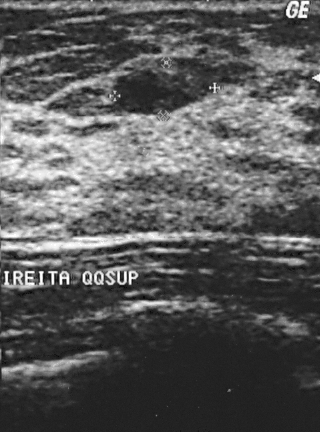
Modality: breast ultrasound image.
A finding is seen. It was assessed as BI-RADS 2. The biopsy result was fibroadenoma; the finding is benign.